Scanner: GE Logiq 7 @10-14MHz. Imaging: breast ultrasound.
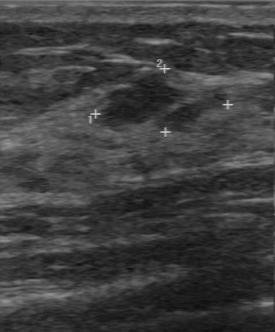
The original reader assigned BI-RADS 3.
A second, independent read describes the breast lesion as follows.
The lesion boundary is somewhat unclear.
The margin is regular.
The breast lesion is hypoechoic.
Calcifications: none.
The biopsy result was fibroadenoma; the breast lesion is benign.